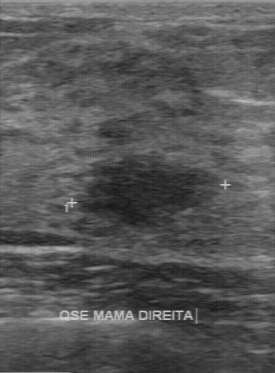
Imaging: breast US.
Original-read BI-RADS category: 4. Findings on the second read (an independent reader): a hypoechoic breast lesion, margin regular, boundary fairly clear. Calcifications: none. The biopsy result was fibroadenoma; the breast lesion is benign.